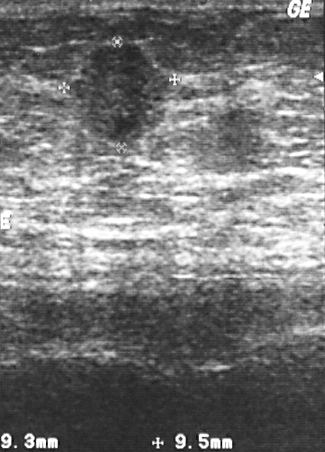
Breast ultrasound image.
This breast ultrasound image shows a lesion. It was assessed as BI-RADS 4. Pathology confirmed malignant invasive ductal carcinoma.